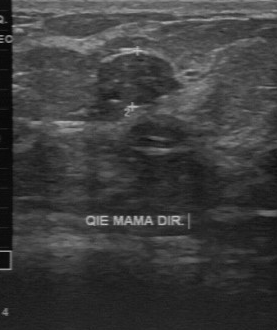
Modality: breast sonogram.
Independent BI-RADS assessment: 4A. Calcifications: suspected. Boundary: fairly clear.